Modality: B-mode breast ultrasound.
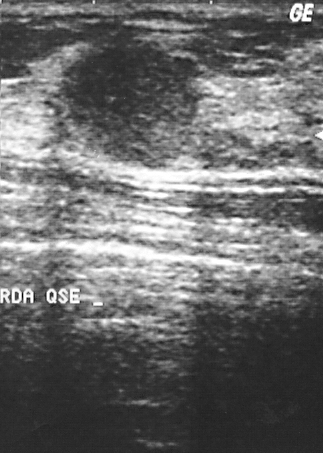
A finding is seen. Assessment: BI-RADS 2. The biopsy result was invasive ductal carcinoma; the finding is malignant.